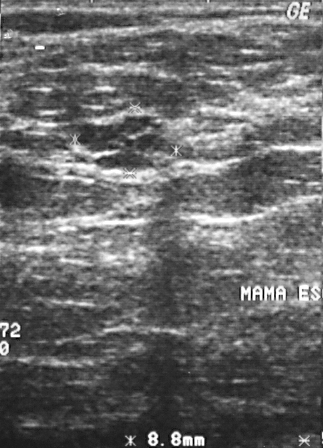
Modality: breast sonogram.
(coordinates in a 323x448 pixel frame) The breast lesion occupies approximately x1=79, y1=114, x2=169, y2=167. The breast lesion is benign on biopsy or follow-up. BI-RADS 3.